Breast ultrasound.
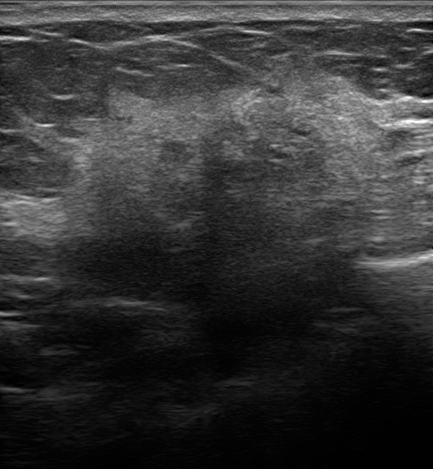
An irregular, heterogeneous mass with indistinct margins is seen. Posterior shadowing is present. Echogenic halo: present. There are no calcifications. The mass is categorized as BI-RADS 5; on biopsy or follow-up it was malignant. Radiologist's impression: Suspicion of malignancy; Dysplasia; Fibroadenoma; Intraductal papilloma. Biopsy confirmed invasive carcinoma of no special type (NST).